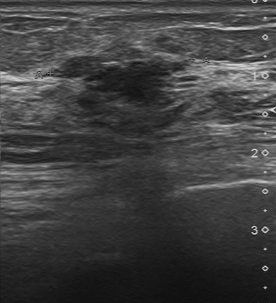
Imaging: breast sonogram.
The lesion demonstrates calcifications: none, slightly hypoechoic echo pattern, irregular lesion margin, second-reader BI-RADS: 4B, unclear lesion boundary.